Imaging: breast ultrasound.
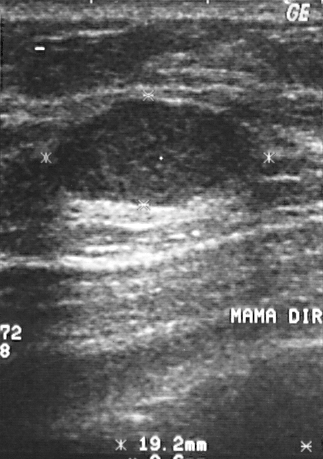
FINDINGS: Confirmed outcome (biopsy or follow-up): benign. BI-RADS category: 2. Pathology: fibroadenoma.
OUTCOME ON BIOPSY OR FOLLOW-UP: benign.